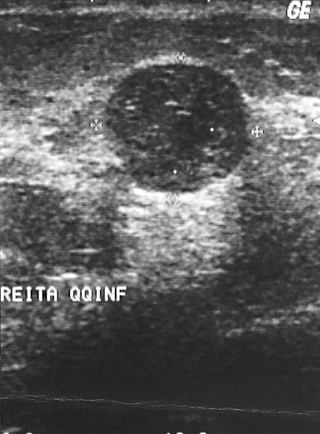
Modality: breast ultrasound scan.
(coordinates in a 320x434 pixel frame) The finding is located within the bounding box (105,65)-(248,193). The finding is benign on biopsy or follow-up.